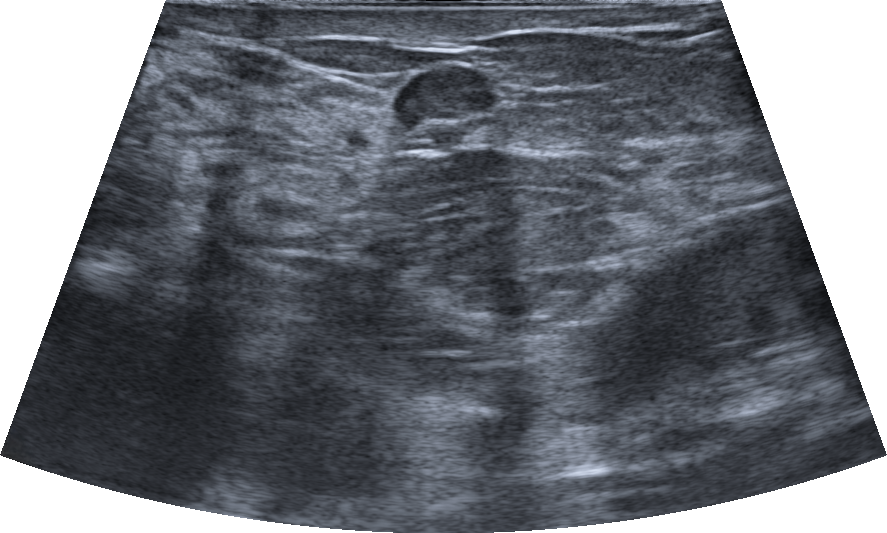
68-year-old patient. Imaging: breast ultrasound. Background echotexture is heterogeneous: predominantly fat.
There is an oval finding that is hypoechoic, with circumscribed margins. There are no posterior acoustic features. Echogenic halo: absent. There is no skin thickening. BI-RADS assessment: 3; biopsy or follow-up result: benign.